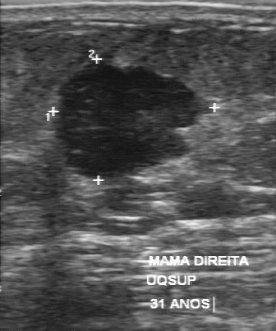
Acquired on GE Logiq 7 @10-14MHz. Imaging: breast ultrasound scan.
Pixel coordinates (x1, y1, x2, y2): The breast lesion occupies approximately (53, 61) to (213, 183). The breast lesion is malignant on biopsy or follow-up. BI-RADS 4.